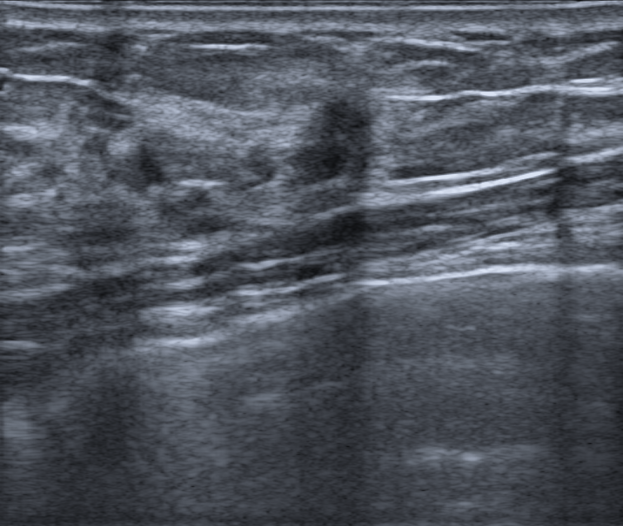
Age 47. Imaging: breast ultrasound scan.
(coordinates in a 623x526 pixel frame) The lesion is located within the bounding box x1=283, y1=79, x2=390, y2=194.